Imaging: breast sonogram.
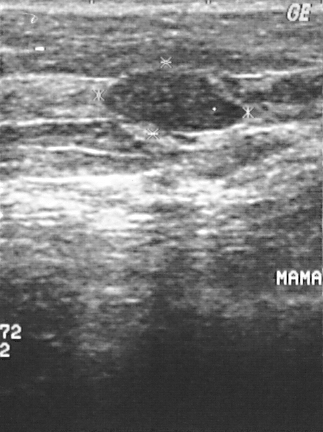
Outcome on biopsy or follow-up: benign. (BI-RADS category 2.)